Breast sonogram.
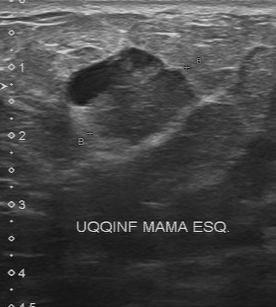
Pixel coordinates (x1, y1, x2, y2): Lesion region of interest: [65, 46, 195, 144]. The lesion is malignant on biopsy or follow-up.